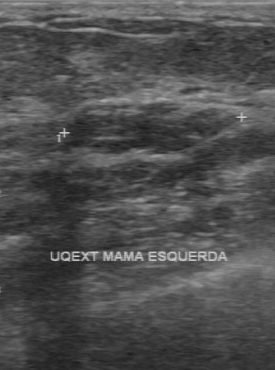
Scanner: GE Logiq 7 @10-14MHz. Imaging: B-mode breast ultrasound.
The mass was categorized BI-RADS 4 in the original read. On a second, independent read, a mass with a regular margin and a clear boundary is seen; it is hypoechoic. Biopsy showed fibroadenoma, a benign finding.